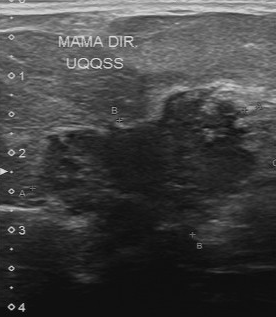
B-mode breast ultrasound.
The lesion was assessed as BI-RADS 5 by the original reader. Findings on the second read (an independent reader): a hypoechoic lesion, margin irregular, boundary unclear. There are multiple calcifications. Pathology confirmed malignant invasive ductal carcinoma.